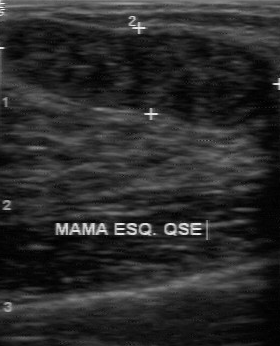
Breast US.
Pixel coordinates (x1, y1, x2, y2): Finding bounding box: x1=1, y1=19, x2=279, y2=130. The finding is benign on biopsy or follow-up.